Modality: breast US.
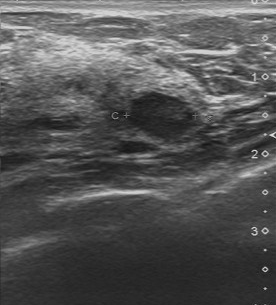
The finding was assessed as BI-RADS 3 by the original reader. On a second, independent read, a finding with a regular margin and a clear boundary is seen; it is hypoechoic. Biopsy showed fibrocystic changes, a benign finding.